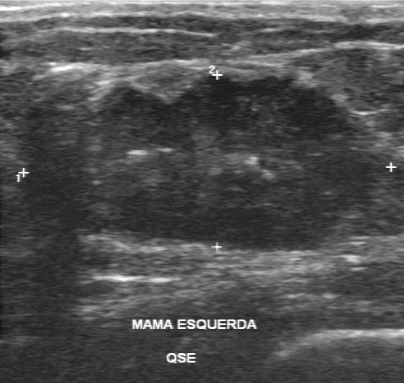
Imaging: breast sonogram.
Original-read BI-RADS category: 5. A second, independent read describes the mass as follows. There are multiple calcifications. The mass is hypoechoic. Its boundary is unclear. The mass has an irregular margin. Histopathology: invasive ductal carcinoma (malignant).